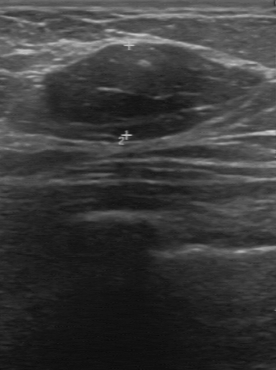
Breast US. Acquired on GE Logiq 7 @10-14MHz.
The lesion demonstrates BI-RADS assessment: 2.